Acquired on GE Logiq 7 @10-14MHz. Breast ultrasound.
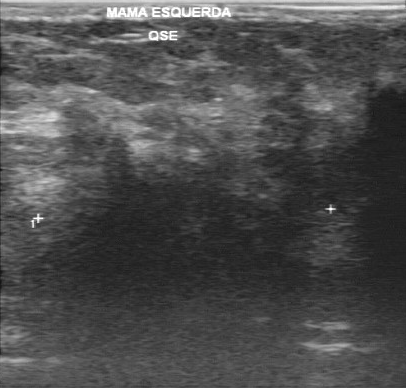
(coordinates in a 406x388 pixel frame) Segment the lesion: bounding box top-left (18, 146), bottom-right (329, 319). BI-RADS 5.